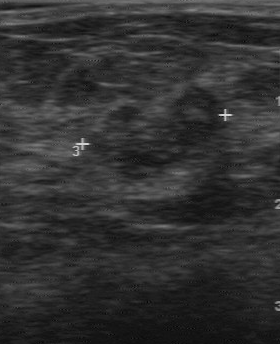
Breast ultrasound scan. Scanner: GE Logiq 7 @10-14MHz.
Original-read BI-RADS category: 4. A second reader, independent of the original assessment, describes a heterogeneous finding with a partially regular margin; the boundary is fairly clear. Calcification is suspected. The biopsy result was invasive ductal carcinoma; the finding is malignant.